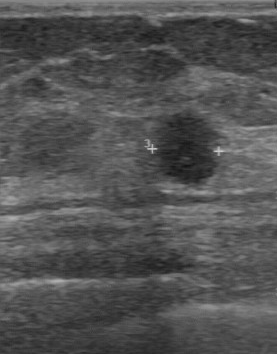
Scanner: GE Logiq 7 @10-14MHz. Breast US.
The lesion demonstrates hypoechoic internal echoes, clear boundary, partially regular lesion margin, calcifications: none, confirmed outcome (biopsy or follow-up): malignant.